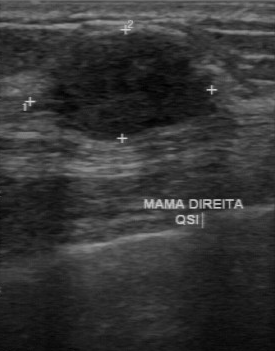
Acquired on GE Logiq 7 @10-14MHz. Modality: breast sonogram.
Coordinates are pixels in the 275x351 image. Mass bounding box: x1=34, y1=31, x2=214, y2=142. BI-RADS 4.